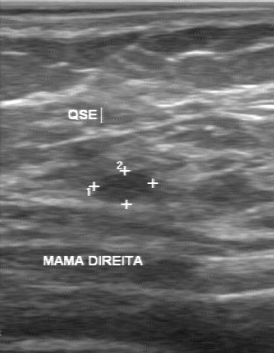
Acquired on GE Logiq 7 @10-14MHz. Breast ultrasound scan.
Coordinates are pixels in the 274x353 image. Segment the finding: bounding box top-left (93, 173), bottom-right (159, 204). The finding is benign on biopsy or follow-up.